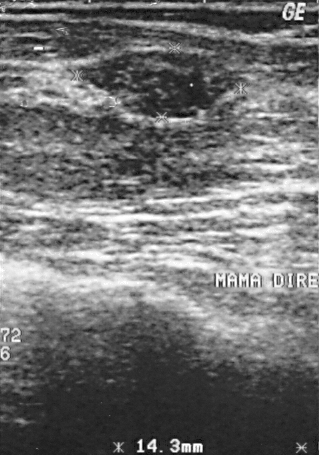
Modality: breast ultrasound image.
Biopsy or follow-up result: benign. (BI-RADS category 2.)